Modality: breast ultrasound scan.
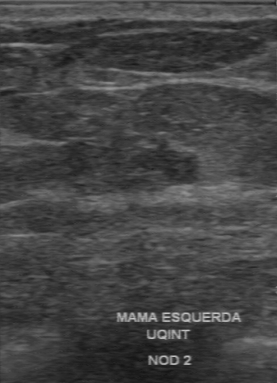
Biopsy or follow-up result: malignant.